Modality: breast ultrasound scan.
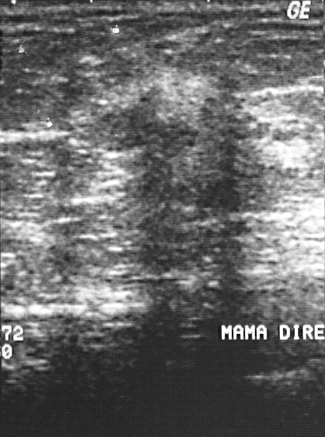
Breast lesion bounding box: (116,98)-(260,271). BI-RADS 4.